Imaging: breast ultrasound scan. 64-year-old patient. Background echotexture is heterogeneous: predominantly fat.
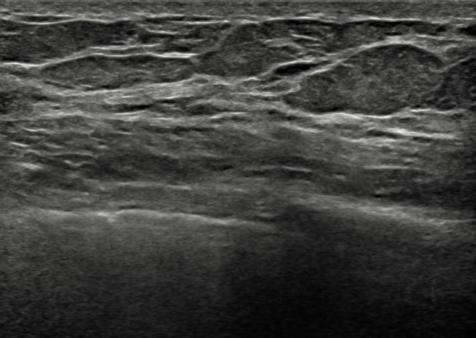
This breast ultrasound scan shows no focal lesion. Classification: normal.